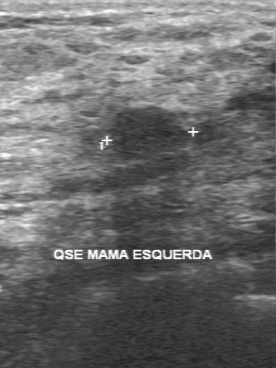
Imaging: breast US. Acquired on GE Logiq 7 @10-14MHz.
FINDINGS: Breast US. Calcifications: none. Lesion margin: regular. Boundary: fairly clear. BI-RADS (first reader): 3. BI-RADS (second read): 3.
OUTCOME ON BIOPSY OR FOLLOW-UP: benign.